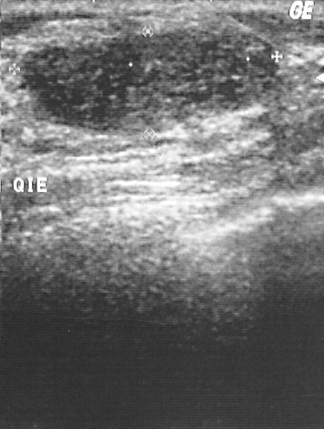
Imaging: breast ultrasound. Acquired on GE Logiq 5 @10-12MHz.
The biopsy result was fibroadenoma. Outcome on biopsy or follow-up: benign. The mass is assessed as BI-RADS 2.